Breast US. Acquired on GE Logiq 5 @10-12MHz.
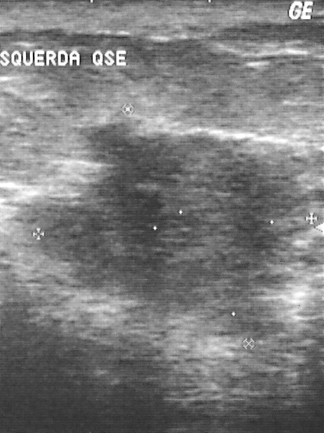
This mass proved malignant on biopsy or follow-up. Histopathology: invasive ductal carcinoma (malignant). The mass is assessed as BI-RADS 5.